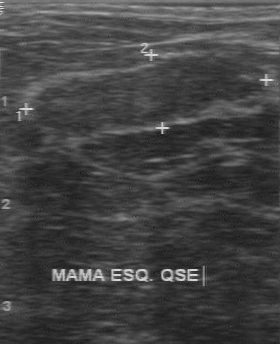
Breast sonogram.
BI-RADS 3 in the original read.
A second, independent read describes the mass as follows.
The margin is regular.
Boundary: clear.
Echo pattern: hypoechoic.
There are no calcifications.
Biopsy showed fibroadenoma, a benign finding.